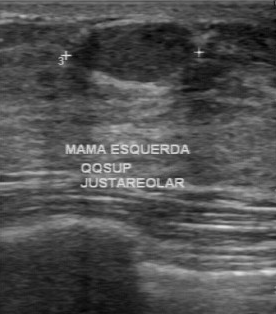
Modality: breast sonogram.
The original reader assigned BI-RADS 2. A second reader, independent of the original assessment, describes a hypoechoic lesion with a regular margin; the boundary is clear. Pathology confirmed benign fibroadenoma.